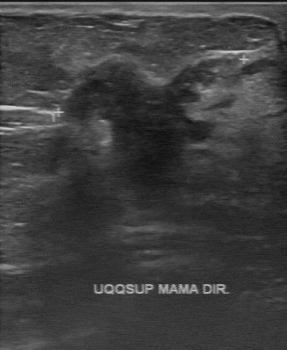
Modality: breast ultrasound.
The finding demonstrates irregular margin, hypoechoic echo pattern, second-reader BI-RADS: 4C, original BI-RADS: 5.